Modality: B-mode breast ultrasound.
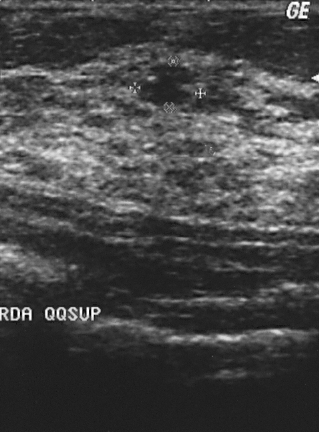
Biopsy or follow-up result: benign.